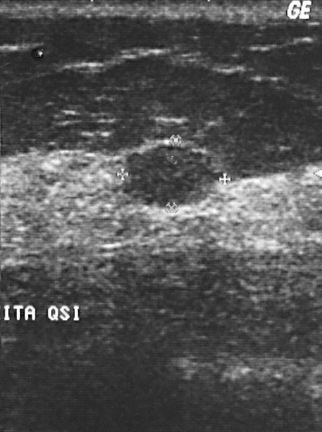
B-mode breast ultrasound.
Biopsy or follow-up result: benign. BI-RADS 2.